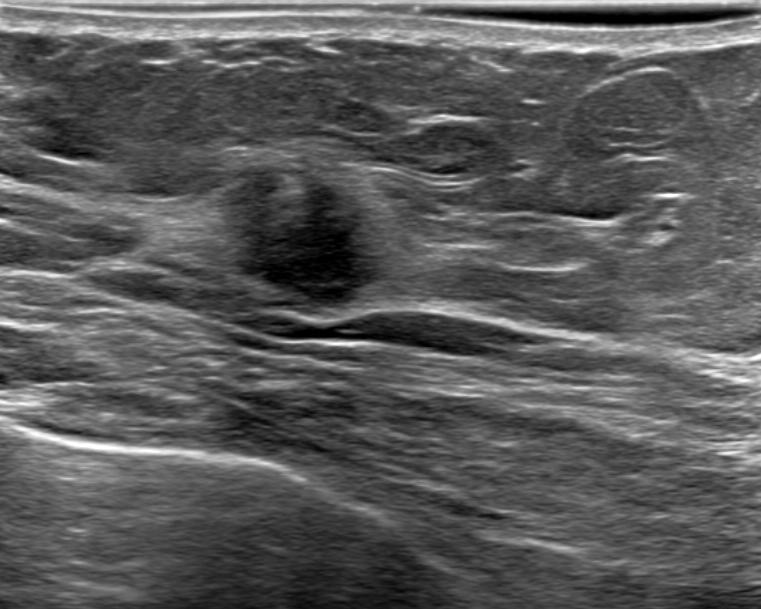
Breast ultrasound scan.
Echo pattern: hypoechoic. The calcifications are absent. Margin is not circumscribed - indistinct. The BI-RADS category is 4C. There is no skin thickening. Lesion shape is irregular. Verification: confirmed by biopsy.